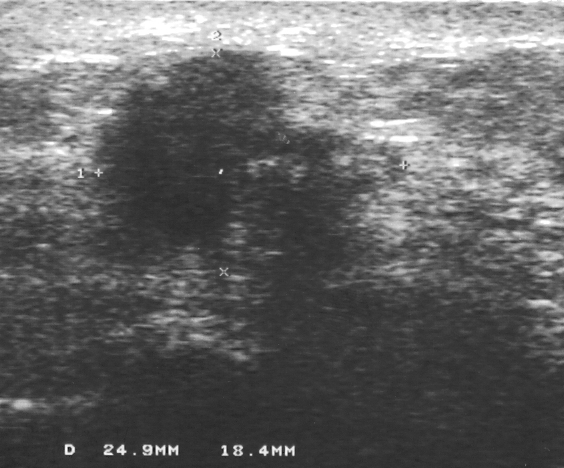
Scanner: GE Logiq 5 @10-12MHz. B-mode breast ultrasound.
A breast lesion is present on this B-mode breast ultrasound. It was assessed as BI-RADS 4. Biopsy showed invasive ductal carcinoma, a malignant finding.